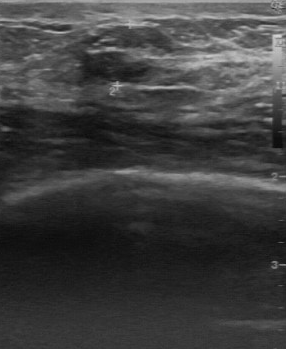
Imaging: breast US.
Lesion region of interest: x1=77, y1=26, x2=170, y2=82. BI-RADS 3.